Breast sonogram.
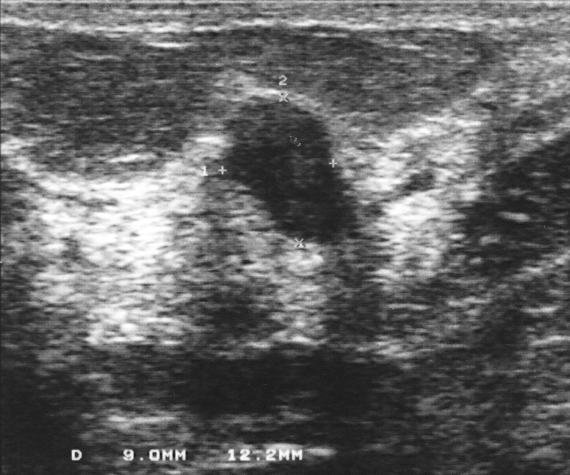
A breast lesion is present on this breast sonogram. Assessment: BI-RADS 4. Pathology confirmed benign fibroadenoma.